Modality: breast sonogram.
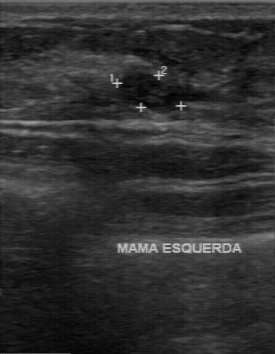
Outcome on biopsy or follow-up: benign.